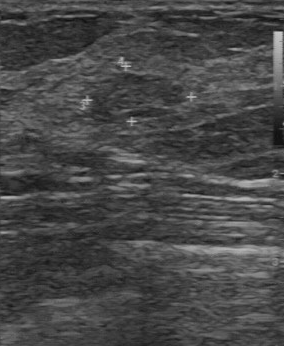
B-mode breast ultrasound.
A finding is seen with fairly clear boundary, regular margin, histopathology: fibroadenoma, slightly hypoechoic echo pattern, calcifications: none.